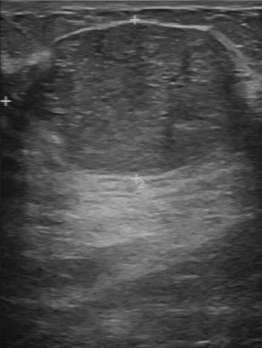
Scanner: GE Logiq 7 @10-14MHz. Modality: breast ultrasound scan.
Outcome on biopsy or follow-up: benign. BI-RADS 3.